Breast ultrasound scan.
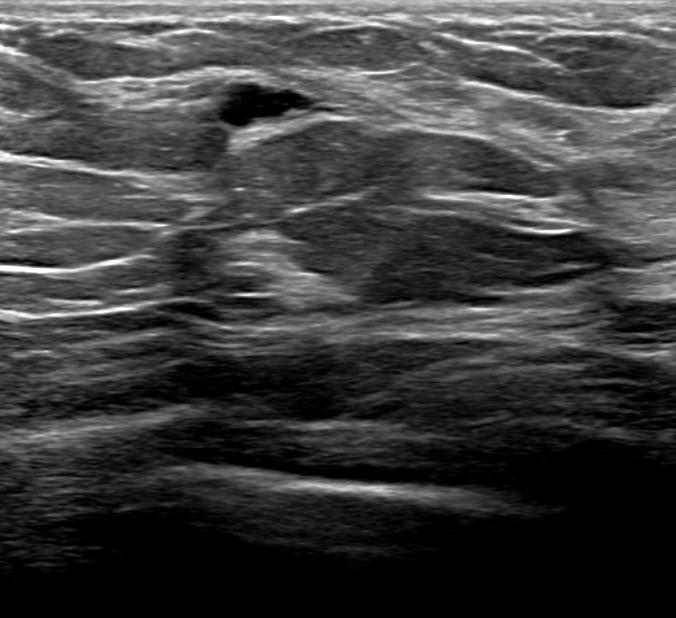
This breast ultrasound scan shows a mass, benign on biopsy or follow-up. BI-RADS 2.